Imaging: B-mode breast ultrasound.
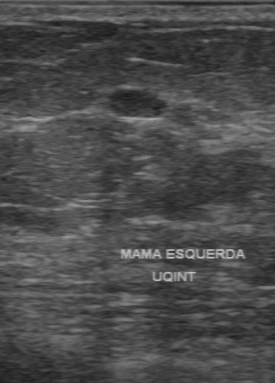
This B-mode breast ultrasound shows a finding with regular lesion margin, biopsy or follow-up result: malignant, calcifications: none, hypoechoic internal echoes, clear lesion boundary.